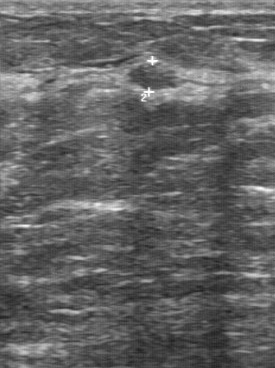
Scanner: GE Logiq 7 @10-14MHz. Imaging: breast ultrasound image.
(coordinates in a 275x368 pixel frame) Mass bounding box: top-left (128, 62), bottom-right (180, 92).